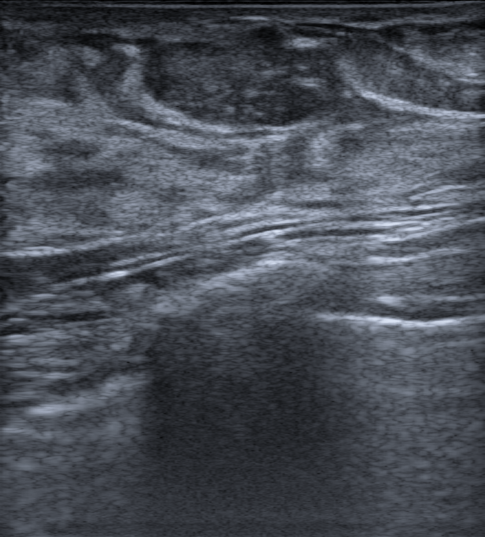
Imaging: breast sonogram.
Lesion characteristics:
- biopsy result: Fibroadenoma
- lesion margin: circumscribed
- BI-RADS category: 4A
- echogenic halo: none
- echotexture: heterogeneous
- skin thickening: none
- calcifications: absent
- posterior acoustic features: none
- verification: confirmed by biopsy